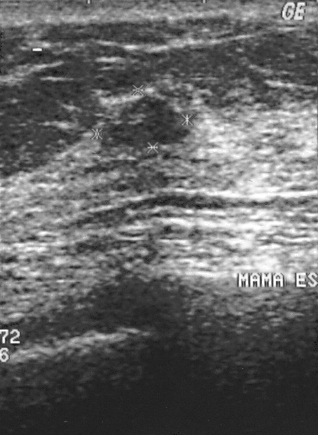
Breast ultrasound.
(coordinates in a 318x435 pixel frame) Lesion bounding box: (111,96)-(184,150).